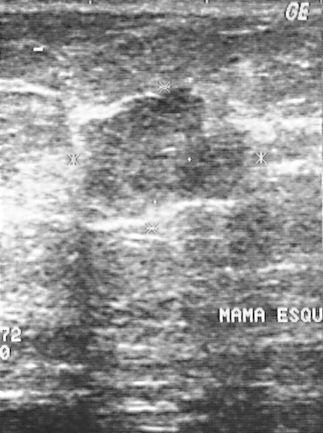
Breast sonogram.
Biopsy or follow-up result: malignant. (BI-RADS category 4.)